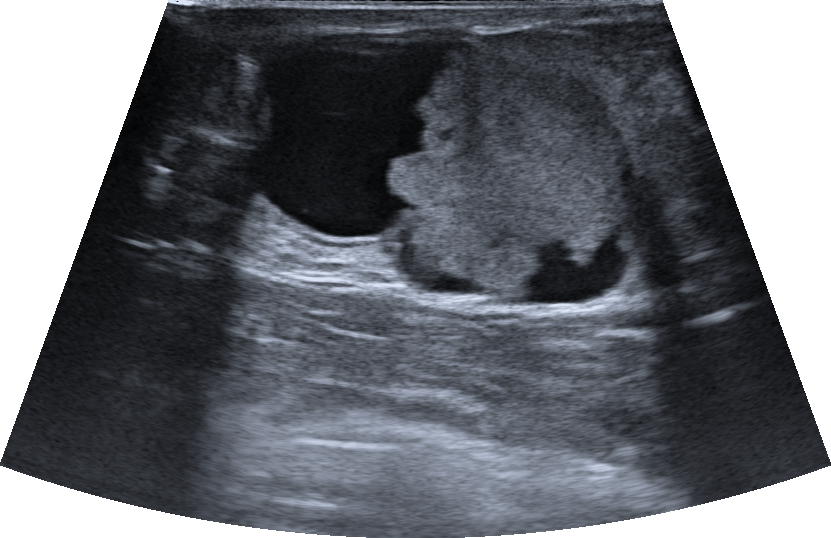
Breast ultrasound image. Age 67.
No echogenic halo is seen.
The breast lesion is oval in shape.
Skin thickening: none.
There is posterior acoustic enhancement.
The margin is circumscribed.
Echogenicity: complex cystic and solid.
No calcifications are seen.
Outcome on biopsy or follow-up: malignant.
Biopsy confirmed encapsulated papillary carcinoma and ductal carcinoma in situ (DCIS).
BI-RADS assessment: 4B.